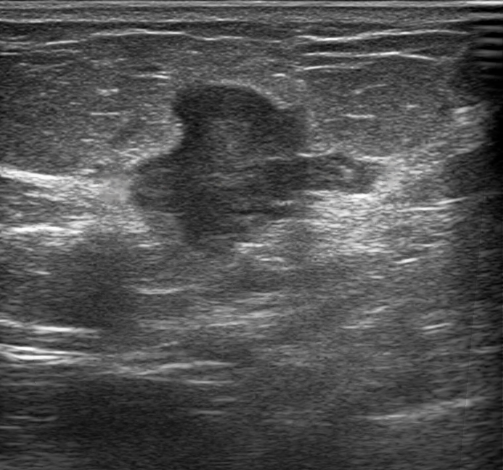
Breast US.
There is an echogenic halo. There are no calcifications. Its echo pattern is heterogeneous. The lesion appears irregular. Posterior features: shadowing. The margin is not circumscribed (angular and indistinct). There is no skin thickening. Radiologic interpretation: Suspicion of malignancy; Fibroadenoma; Intraductal papilloma. Biopsy confirmed invasive carcinoma of no special type (NST). Assigned BI-RADS 4C.